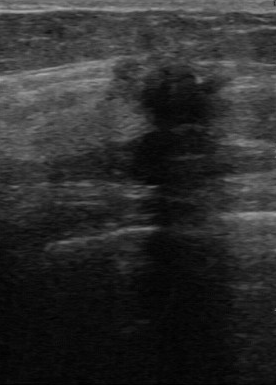
Modality: breast ultrasound image.
BI-RADS 4 in the original read; on a second read the margin is irregular, the boundary unclear and the finding hypoechoic. No calcifications are seen. Histopathology: invasive ductal carcinoma (malignant).